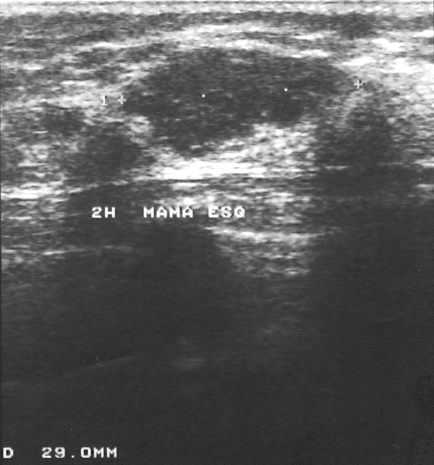
Modality: breast ultrasound scan.
The finding is benign on biopsy or follow-up. BI-RADS 4.